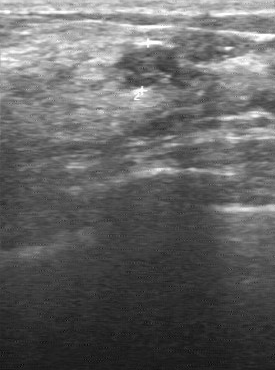
Modality: breast US.
The lesion was categorized BI-RADS 3 in the original read.
The following findings are from a second reader, independent of the original assessment.
The margin is regular.
Boundary: clear.
The lesion is hypoechoic.
There are no calcifications.
Biopsy showed fibroadenoma, a benign finding.